Scanner: GE Logiq 7 @10-14MHz. Breast sonogram.
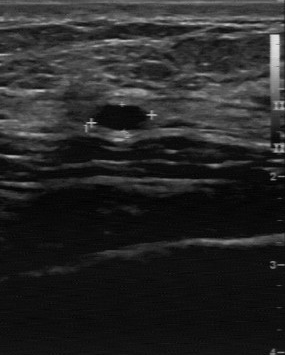
FINDINGS: Breast sonogram. Pathology: cyst. Original BI-RADS: 2. BI-RADS on independent re-read: 2.